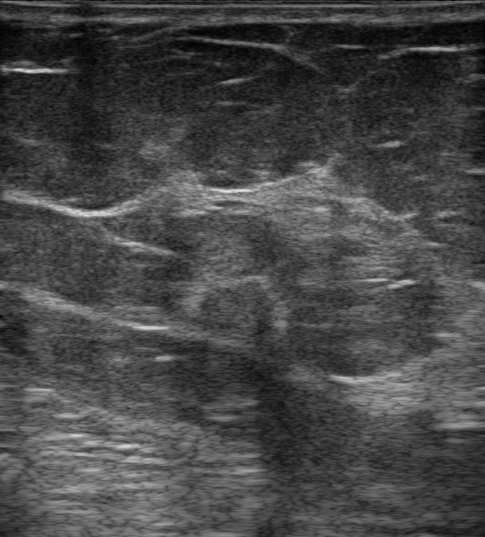
Age 68. Background tissue composition: homogeneous: fat. Breast sonogram.
An irregular, hypoechoic finding with angular and indistinct margins is seen. Posterior features: none. An echogenic halo is present. BI-RADS 5; malignant on biopsy or follow-up. Radiologist's impression: Suspicion of malignancy.